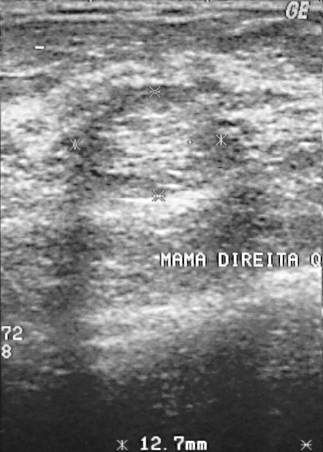
Breast ultrasound image. Scanner: GE Logiq 5 @10-12MHz.
This breast ultrasound image shows a finding. BI-RADS category 2. The biopsy result was fibrocystic changes; the finding is benign.